Background echotexture is heterogeneous: predominantly fibroglandular. Imaging: breast sonogram.
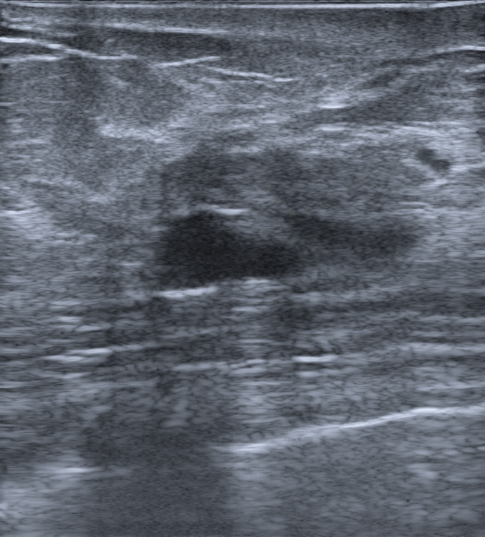
The finding is oval and complex cystic and solid; its margin is circumscribed. There are no posterior features. There is no echogenic halo. BI-RADS assessment: 4A; biopsy or follow-up result: benign.